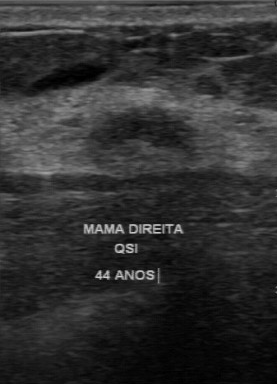
Breast US.
The breast lesion was categorized BI-RADS 3 in the original read. On a second, independent read, a breast lesion with a regular margin and a clear boundary is seen; it is hypoechoic. Pathology confirmed benign fibrocystic changes.